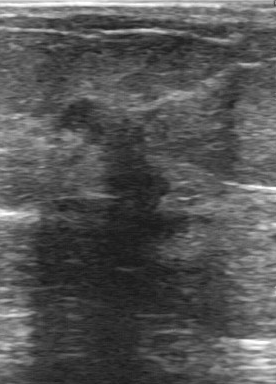
Breast sonogram. Acquired on GE Logiq 7 @10-14MHz.
The breast lesion was assessed as BI-RADS 5 by the original reader. Descriptors from an independent second read (not the reader who assigned the category): Margin: irregular. The lesion boundary is unclear. The breast lesion is hypoechoic. Calcifications: none. Histopathology: invasive ductal carcinoma (malignant).